Imaging: B-mode breast ultrasound.
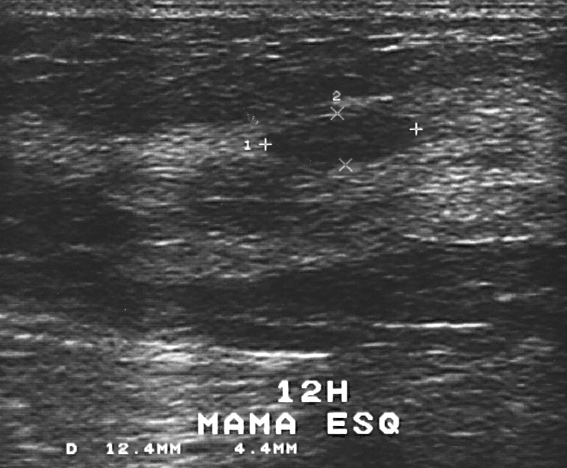
The finding demonstrates confirmed outcome (biopsy or follow-up): benign, biopsy result: fibroadenoma, BI-RADS category: 2.